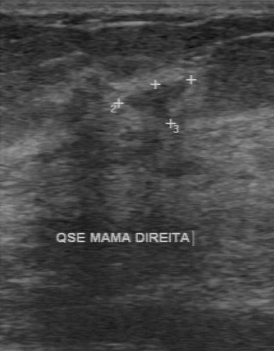
Imaging: breast ultrasound image.
(coordinates in a 274x351 pixel frame) The finding occupies approximately x1=121, y1=78, x2=192, y2=119.